Breast US. Acquired on GE Logiq 5 @10-12MHz.
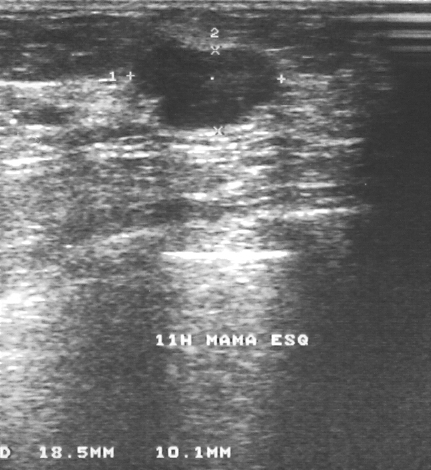
This breast US shows a finding. Assessment: BI-RADS 2. Histopathology: fibroadenoma (benign).